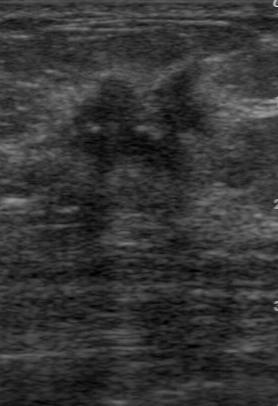
Breast US.
Echo pattern: slightly hypoechoic. Calcifications: suspected. Margin: irregular. Pathology: invasive ductal carcinoma. Boundary: unclear.
OUTCOME ON BIOPSY OR FOLLOW-UP: malignant.